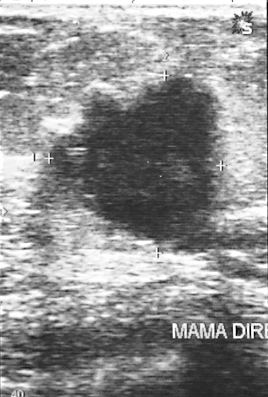
Modality: breast US.
This breast US shows a breast lesion with BI-RADS assessment: 4.